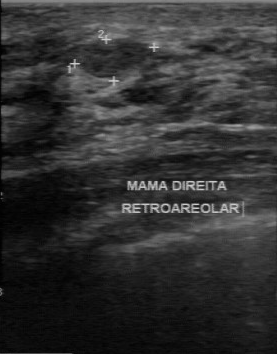
Breast ultrasound.
A breast lesion is seen with hypoechoic internal echoes, outcome on biopsy or follow-up: benign, regular lesion margin, calcifications: none, clear lesion boundary.